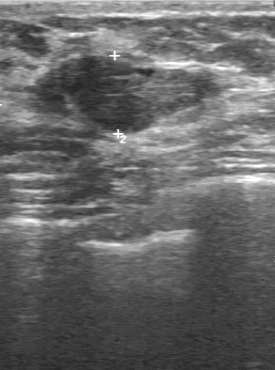
Acquired on GE Logiq 7 @10-14MHz. Imaging: breast sonogram.
This breast sonogram shows a finding with BI-RADS assessment: 3, confirmed outcome (biopsy or follow-up): benign.